Breast ultrasound.
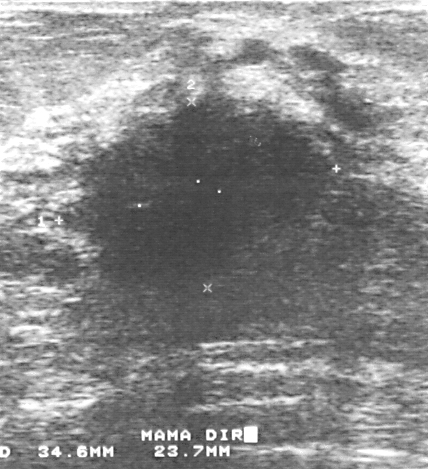
Pixel coordinates (x1, y1, x2, y2): The mass occupies approximately 54 91 334 293.